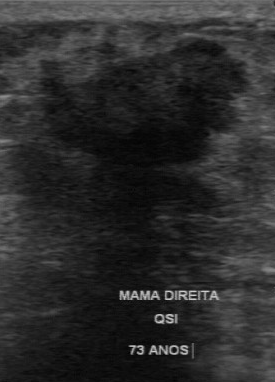
Imaging: breast ultrasound. Acquired on GE Logiq 7 @10-14MHz.
- internal echoes: hypoechoic
- lesion margin: irregular
- calcifications: none
- boundary: unclear
- confirmed outcome (biopsy or follow-up): malignant